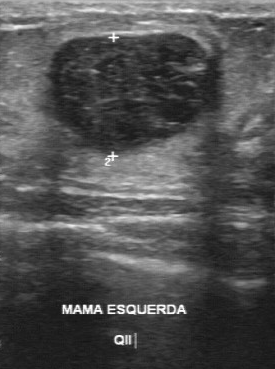
Scanner: GE Logiq 7 @10-14MHz. Imaging: breast ultrasound image.
Lesion characteristics:
- outcome on biopsy or follow-up: benign
- BI-RADS assessment: 3